Breast sonogram.
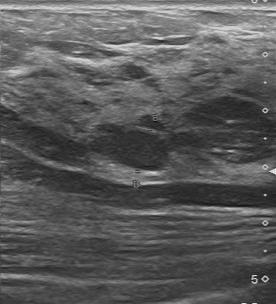
The breast lesion was categorized BI-RADS 3 in the original read. A second reader, independent of the original assessment, describes a slightly hypoechoic breast lesion with a regular margin; the boundary is clear. Pathology confirmed benign fibroadenoma.